Imaging: breast US.
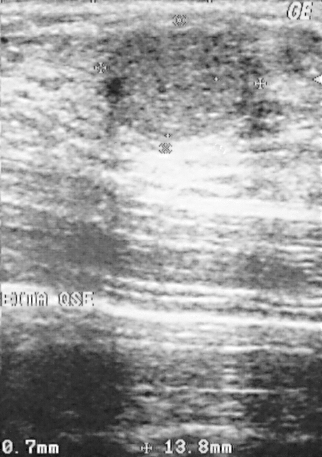
This breast US shows a lesion with confirmed outcome (biopsy or follow-up): benign, histopathology: fibroadenoma, BI-RADS category: 2.